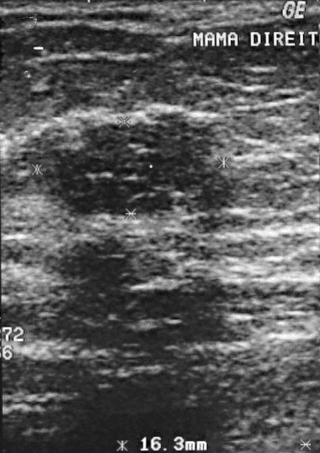
Breast ultrasound image.
This breast ultrasound image shows a finding. BI-RADS category 4. Biopsy showed fibroadenoma, a benign finding.